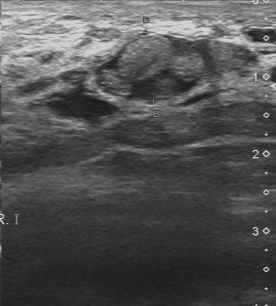
Modality: breast ultrasound image. Scanner: Toshiba Aplio 300 @12-14 MHz.
(coordinates in a 276x306 pixel frame) The breast lesion occupies approximately [96, 35, 262, 106]. The breast lesion is benign on biopsy or follow-up.